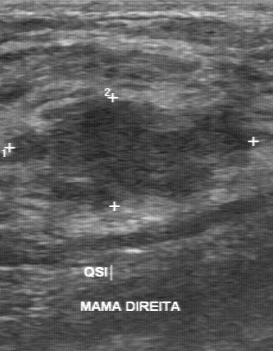
Imaging: breast ultrasound scan.
The lesion is located within the bounding box top-left (46, 100), bottom-right (248, 210). The lesion is benign on biopsy or follow-up.